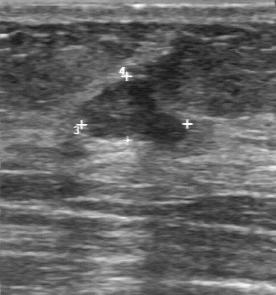
Breast ultrasound scan.
The lesion was categorized BI-RADS 2 in the original read. On a second, independent read, a lesion with a partially regular margin and a somewhat unclear boundary is seen; it is slightly hypoechoic. No calcifications are seen. Biopsy showed fibroadenoma, a benign finding.